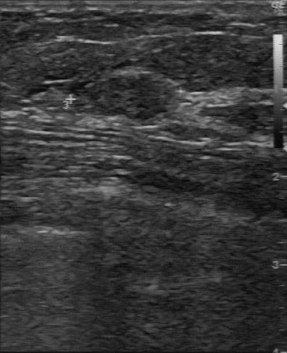
B-mode breast ultrasound. Scanner: GE Logiq 7 @10-14MHz.
The original reader assigned BI-RADS 3. Descriptors from an independent second read (not the reader who assigned the category): Echo pattern: slightly hypoechoic. No calcifications are seen. The lesion boundary is clear. Margin: regular. The biopsy result was invasive ductal carcinoma; the finding is malignant.